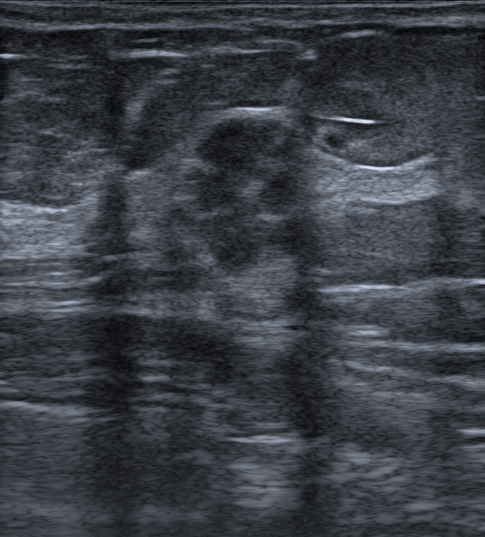
Patient age: 52. Modality: breast sonogram.
Posterior features: none. Calcifications are present within the mass. Shape: irregular. The lesion is heterogeneous. There is no skin thickening. The margin is not circumscribed (microlobulated and indistinct). No echogenic halo is seen. BI-RADS assessment: 4C. Biopsy result: Invasive carcinoma of no special type (NST).